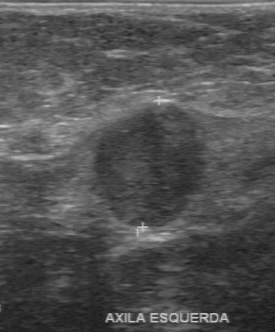
Scanner: GE Logiq 7 @10-14MHz. Modality: breast US.
This breast US shows a mass, malignant on biopsy or follow-up.